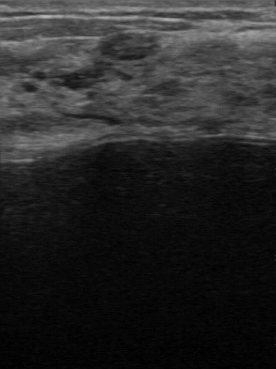
Imaging: breast ultrasound.
BI-RADS 3 in the original read; on a second read the margin is regular, the boundary fairly clear and the breast lesion hypoechoic. Calcifications: none. Histopathology: fibroadenoma (benign).